Imaging: breast US.
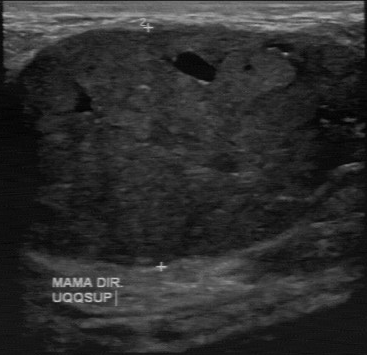
Lesion characteristics:
- outcome on biopsy or follow-up: benign
- boundary: clear
- calcifications: absent
- margin: regular
- echo pattern: mixed cystic and solid
- biopsy result: fibroadenoma